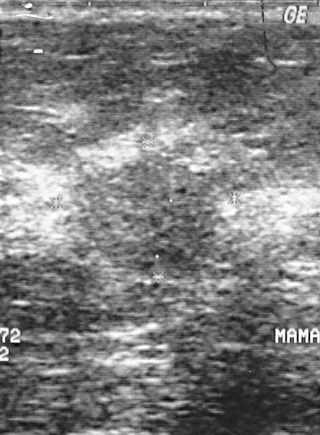
Modality: breast ultrasound image. Scanner: GE Logiq 5 @10-12MHz.
The breast lesion is benign on biopsy or follow-up. BI-RADS 4.